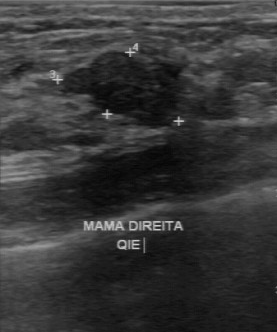
Modality: breast US.
The breast lesion was assessed as BI-RADS 3 by the original reader. Descriptors from an independent second read (not the reader who assigned the category): Margin: regular. The lesion boundary is clear. Echo pattern: hypoechoic. Calcifications: none. The biopsy result was fibroadenoma; the breast lesion is benign.